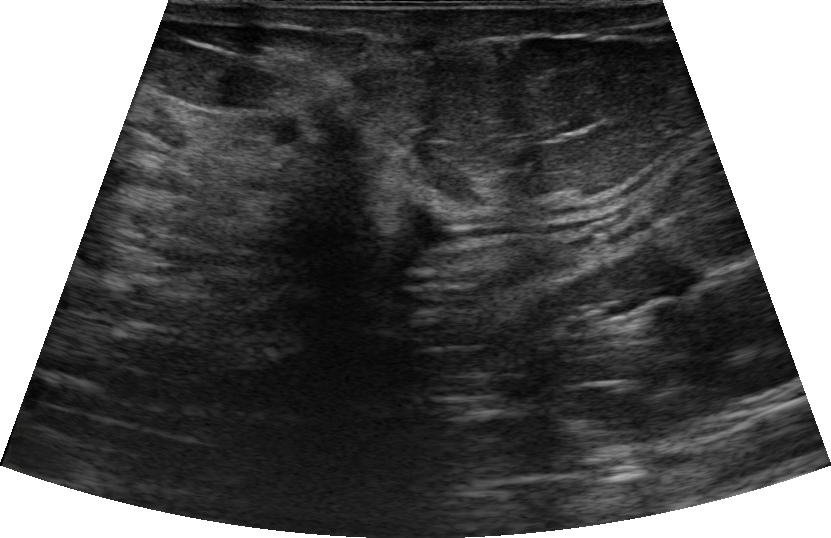
Breast ultrasound image. Background tissue composition: heterogeneous: predominantly fat. Age 65.
It has an irregular shape. Skin thickening: none. Posterior shadowing is present. Margins are not circumscribed, with indistinct features. There is no echogenic halo. The mass is hypoechoic. No calcifications are seen. Radiologist's impression: Suspicion of malignancy. Biopsy or follow-up result: malignant. Assigned BI-RADS 4C. Biopsy result: Invasive carcinoma of no special type (NST).